Imaging: breast sonogram.
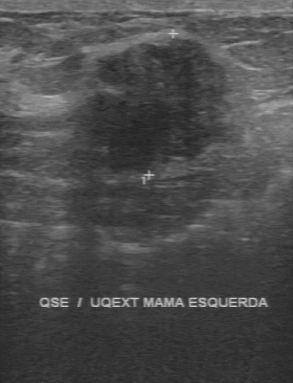
The original reader assigned BI-RADS 4.
On a second read by an independent reader:
Margin: irregular.
Boundary: unclear.
Echo pattern: hypoechoic.
No calcifications are seen.
The biopsy result was fibroadenoma; the mass is benign.